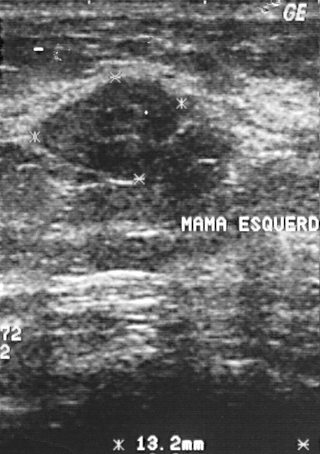
Imaging: breast ultrasound.
This breast ultrasound shows a lesion. BI-RADS category 2. Pathology confirmed benign fibroadenoma.